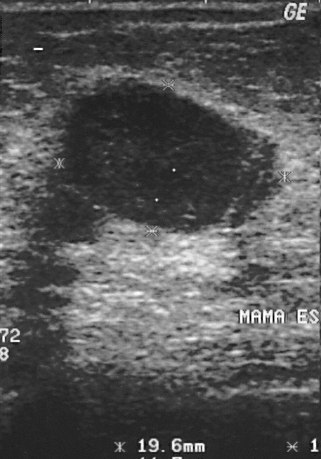
Breast US.
This breast US shows a mass with histopathology: cyst, outcome on biopsy or follow-up: benign, BI-RADS: 2.